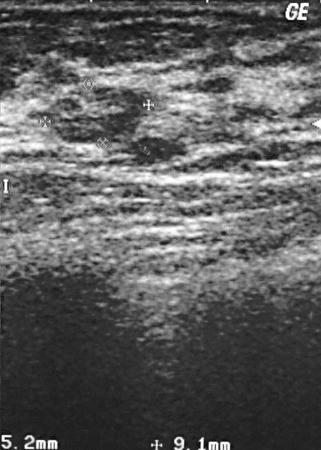
Modality: breast ultrasound.
Coordinates are pixels in the 321x450 image. Segment the finding: bounding box (46, 85) to (141, 143). The finding is benign on biopsy or follow-up.